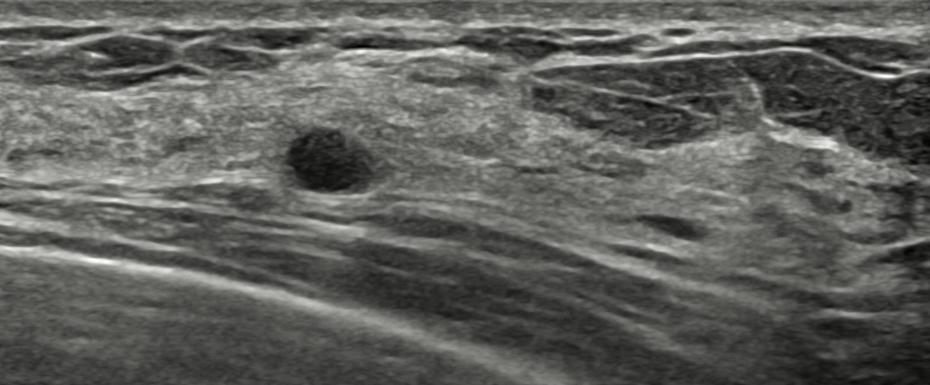
Modality: B-mode breast ultrasound.
FINDINGS: BI-RADS assessment: 3. Echo pattern: hypoechoic. Confirmed outcome (biopsy or follow-up): benign. Echogenic halo: none. Margin: circumscribed. Calcifications: none. Shape: round.
OUTCOME ON BIOPSY OR FOLLOW-UP: benign.